Breast ultrasound.
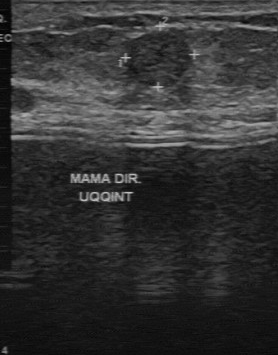
Biopsy or follow-up result: benign. BI-RADS 3.